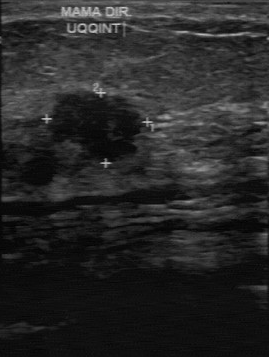
Modality: breast ultrasound image. Scanner: GE Logiq 7 @10-14MHz.
The breast lesion was assessed as BI-RADS 4 by the original reader. Findings on the second read (an independent reader): a hypoechoic breast lesion, margin partially regular, boundary somewhat unclear. Pathology confirmed malignant medullary carcinoma.